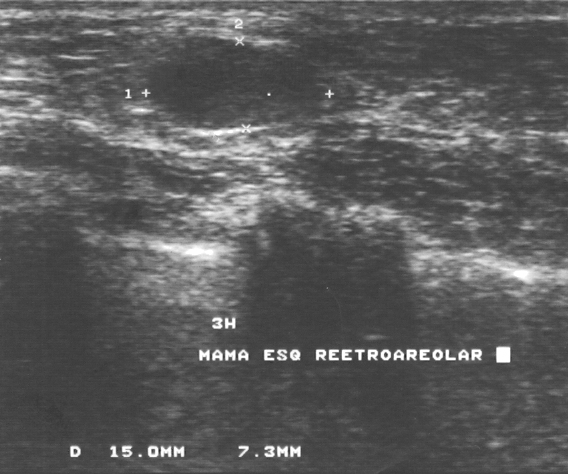
Breast US.
A breast lesion is seen. BI-RADS category 3. Pathology confirmed benign fibroadenoma.